Imaging: B-mode breast ultrasound.
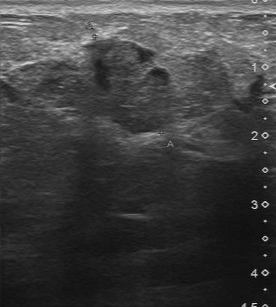
Confirmed outcome (biopsy or follow-up): malignant. Biopsy result: invasive ductal carcinoma. The BI-RADS is 4.